Modality: breast ultrasound image.
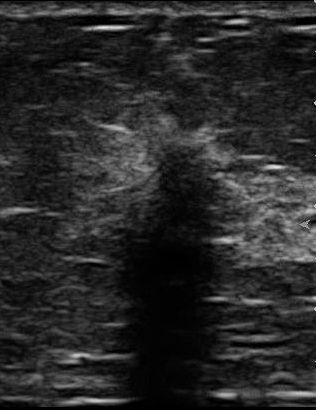
Biopsy or follow-up result: malignant. (BI-RADS category 5.)